Breast ultrasound image. Acquired on GE Logiq 5 @10-12MHz.
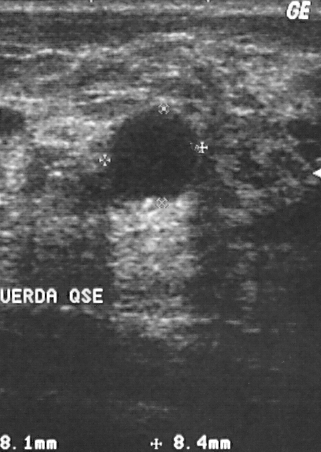
Pixel coordinates (x1, y1, x2, y2): Lesion region of interest: (112, 107) to (201, 200).